Modality: breast ultrasound.
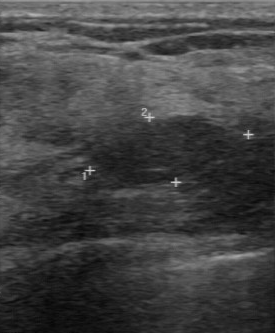
BI-RADS: 3. Biopsy or follow-up result: benign. Pathology: fibrocystic changes.
OUTCOME ON BIOPSY OR FOLLOW-UP: benign.